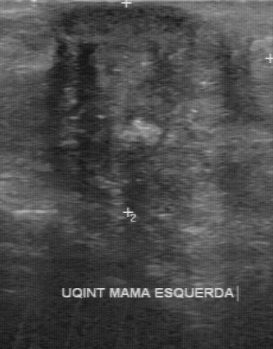
Imaging: B-mode breast ultrasound.
Lesion margin: irregular. Histopathology: invasive ductal carcinoma. Boundary: unclear. Calcifications: multiple calcifications. Internal echoes: heterogeneous.